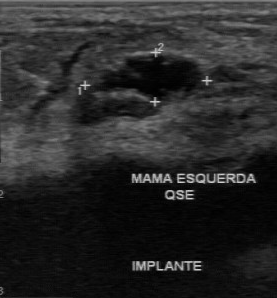
Imaging: B-mode breast ultrasound. Scanner: GE Logiq 7 @10-14MHz.
Breast lesion bounding box: (79, 53) to (203, 119).